B-mode breast ultrasound.
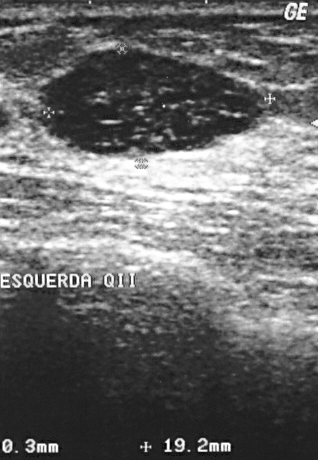
The biopsy result was cyst. Assigned BI-RADS 2. The lesion is benign on biopsy or follow-up.